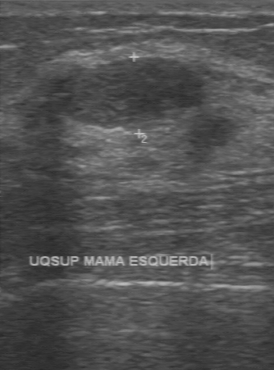
Breast ultrasound scan.
Original-read BI-RADS category: 2. A second reader, independent of the original assessment, describes a hypoechoic lesion with a regular margin; the boundary is clear. Calcifications: none. Pathology confirmed benign fibroadenoma.